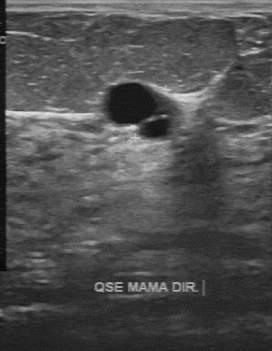
Modality: B-mode breast ultrasound.
Finding: breast lesion, benign on biopsy or follow-up. (BI-RADS category 2.)